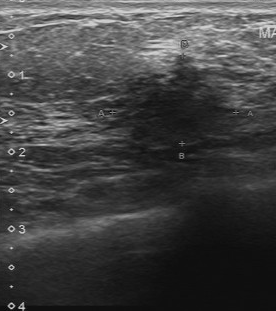
Imaging: breast ultrasound.
This breast ultrasound shows a mass with histopathology: invasive ductal carcinoma, BI-RADS assessment: 4.